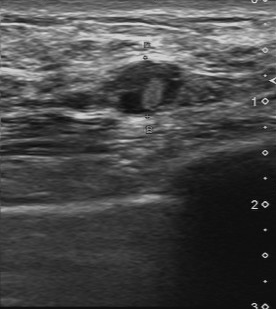
Scanner: Toshiba Aplio 300 @12-14 MHz. Breast ultrasound image.
Pixel coordinates (x1, y1, x2, y2): The finding is located within the bounding box (111, 61) to (183, 113). The finding is benign on biopsy or follow-up.